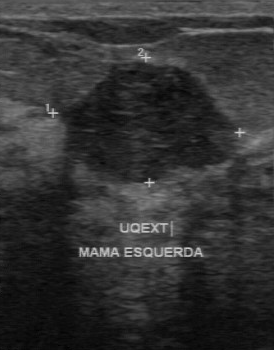
Breast sonogram.
Original-read BI-RADS category: 3. Findings on the second read (an independent reader): a hypoechoic finding, margin regular, boundary somewhat unclear. No calcifications are seen. The biopsy result was fibroadenoma; the finding is benign.